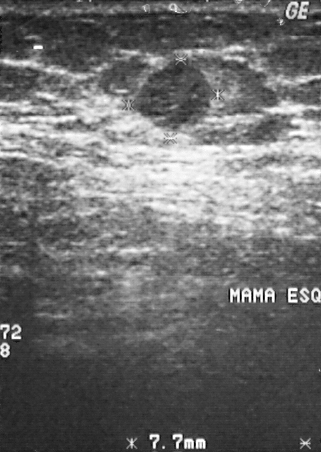
Breast ultrasound scan.
Biopsy or follow-up result: malignant.